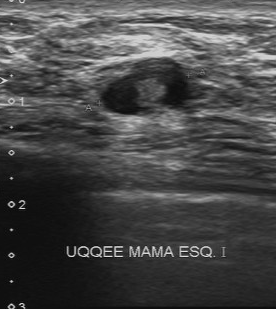
Modality: B-mode breast ultrasound.
The BI-RADS (second read) is 4A. Calcifications are absent. Original BI-RADS: 4. Internal echoes: mixed cystic and solid. The boundary is fairly clear.